Imaging: breast ultrasound image.
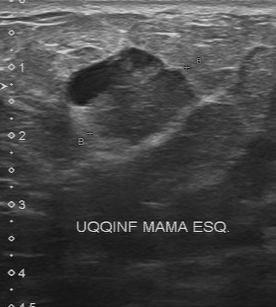
BI-RADS 4 in the original read. A second reader, independent of the original assessment, describes a mixed cystic and solid lesion with a partially regular margin; the boundary is fairly clear. Pathology confirmed malignant invasive ductal carcinoma.